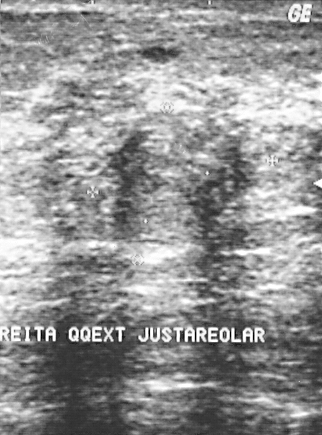
Modality: breast ultrasound image.
Coordinates are pixels in the 322x435 image. Segment the finding: bounding box x1=113, y1=110, x2=249, y2=239. The finding is benign on biopsy or follow-up. BI-RADS 3.